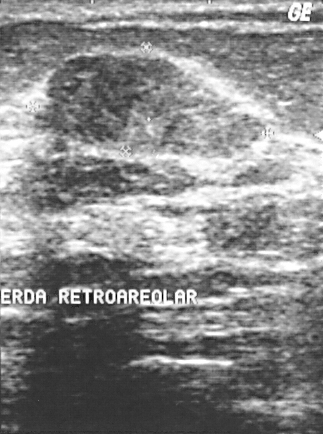
Imaging: B-mode breast ultrasound.
This B-mode breast ultrasound shows a finding with BI-RADS: 2, biopsy or follow-up result: benign.